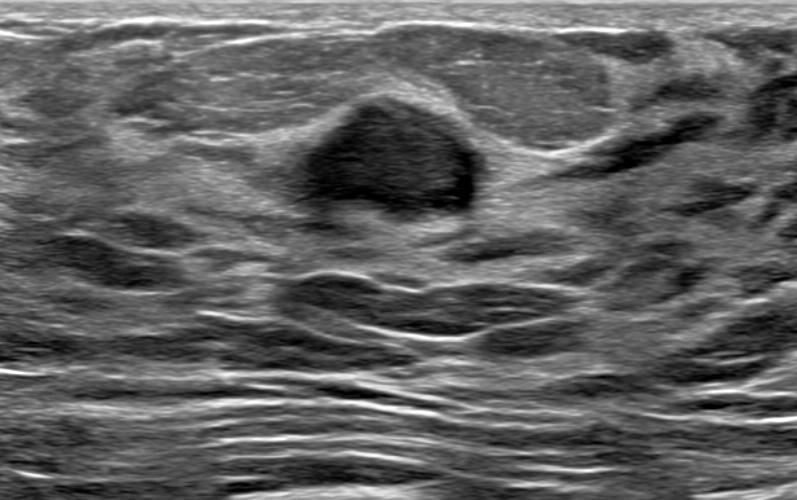
Breast ultrasound scan.
Outcome on biopsy or follow-up: benign.